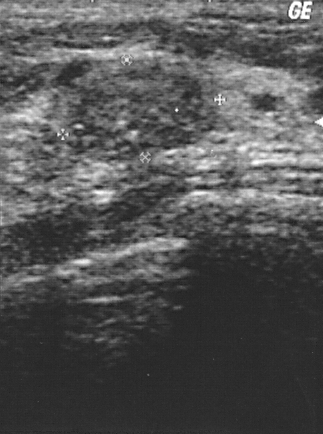
Breast US.
BI-RADS category: 2.
OUTCOME ON BIOPSY OR FOLLOW-UP: benign.